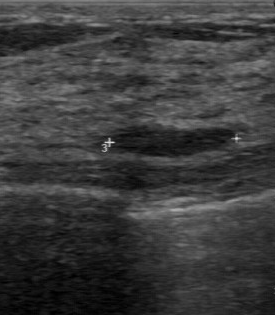
B-mode breast ultrasound. Acquired on GE Logiq 7 @10-14MHz.
Pixel coordinates (x1, y1, x2, y2): Lesion region of interest: 106 125 234 157. BI-RADS 2.